Imaging: breast ultrasound image. Scanner: GE Logiq 7 @10-14MHz.
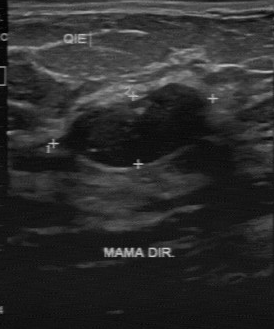
BI-RADS 3 in the original read; on a second read the margin is regular, the boundary clear and the finding hypoechoic. No calcifications are seen. The biopsy result was fibroadenoma; the finding is benign.